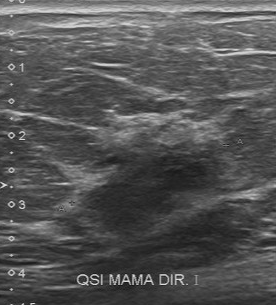
Modality: breast ultrasound image.
Outcome on biopsy or follow-up: malignant.